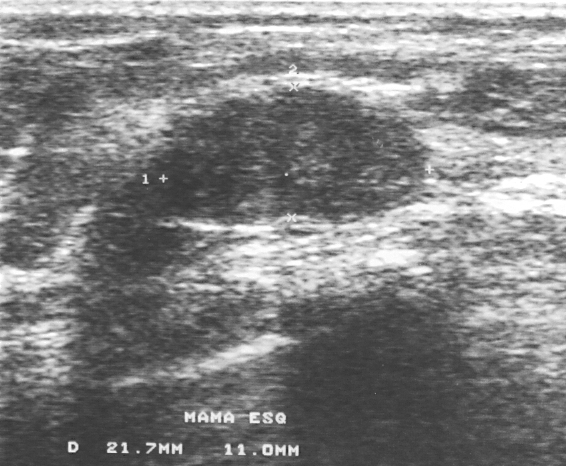
Imaging: breast sonogram.
FINDINGS: BI-RADS: 3. Biopsy or follow-up result: benign. Pathology: fibroadenoma.
OUTCOME ON BIOPSY OR FOLLOW-UP: benign.